Modality: breast sonogram.
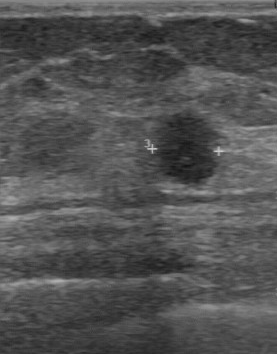
BI-RADS 4 in the original read; on a second read the margin is partially regular, the boundary clear and the breast lesion hypoechoic. Calcifications: none. Pathology confirmed malignant invasive ductal carcinoma.